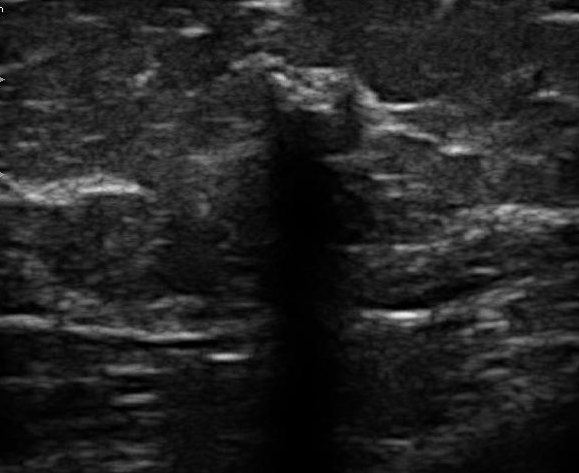
Scanner: U-Systems @10-14MHz. Imaging: breast US.
A mass is seen with independent BI-RADS assessment: 4B, original BI-RADS: 5.